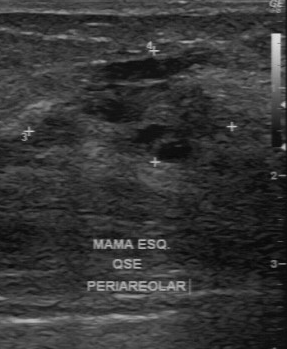
Modality: breast sonogram.
A mass is seen with irregular contour, BI-RADS (second read): 4A.